Scanner: GE Logiq 7 @10-14MHz. Breast ultrasound image.
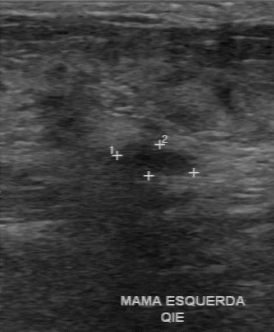
BI-RADS: 3. Histopathology: fibroadenoma.